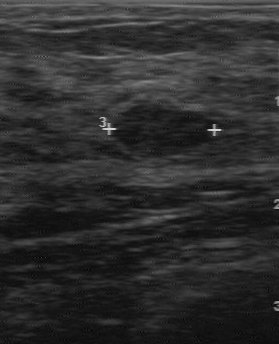
Imaging: breast ultrasound image. Scanner: GE Logiq 7 @10-14MHz.
A mass is seen with biopsy or follow-up result: benign, pathology: fibroadenoma, BI-RADS: 3.